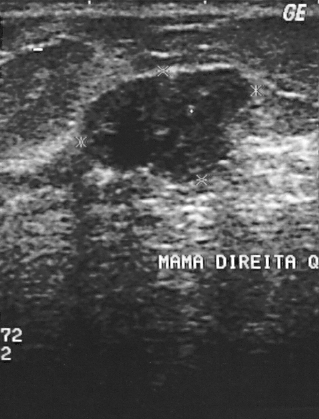
Modality: breast sonogram.
This breast sonogram shows a breast lesion. Assessment: BI-RADS 2. Pathology confirmed benign fibroadenoma.